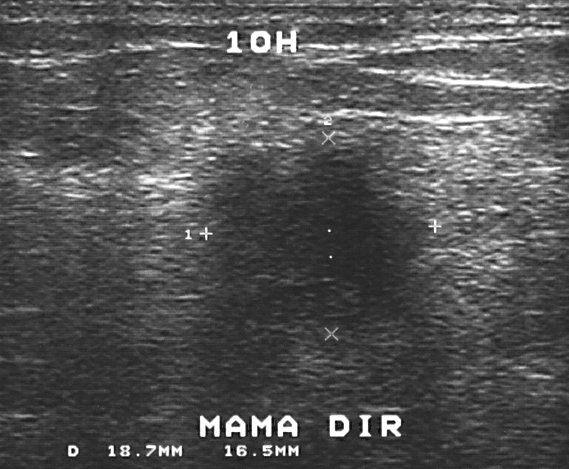
Breast sonogram.
BI-RADS category 4.
The biopsy result was invasive ductal carcinoma; the mass is malignant.